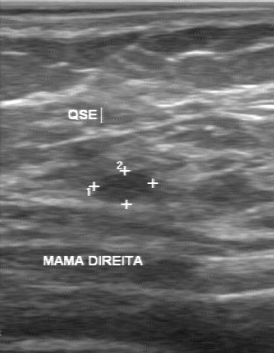
Scanner: GE Logiq 7 @10-14MHz. Breast ultrasound.
FINDINGS: Breast ultrasound. Lesion boundary: clear. Calcifications: none. Echo pattern: hypoechoic. Contour: regular.
OUTCOME ON BIOPSY OR FOLLOW-UP: benign.